Breast sonogram.
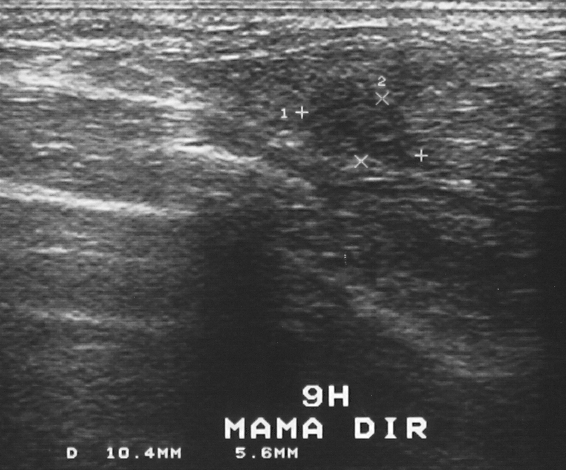
Finding: breast lesion, benign on biopsy or follow-up. BI-RADS 4.